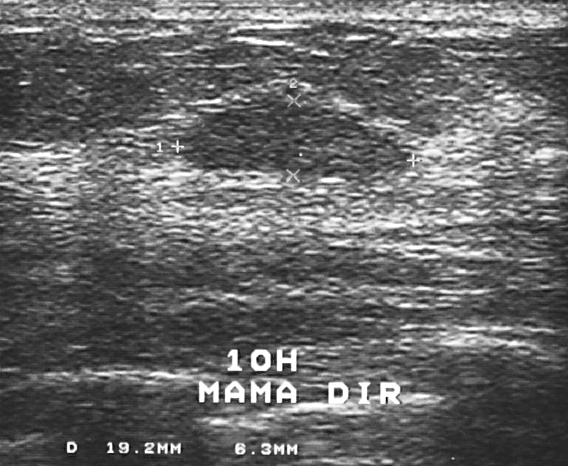
Acquired on GE Logiq 5 @10-12MHz. Modality: breast US.
Biopsy or follow-up result: benign. BI-RADS 2.